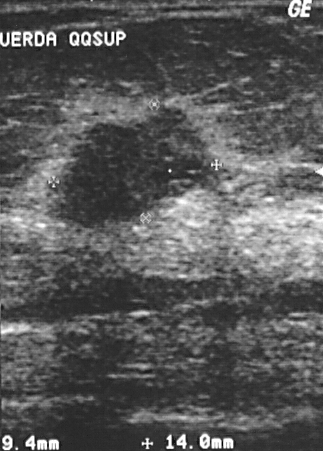
Imaging: breast ultrasound scan. Acquired on GE Logiq 5 @10-12MHz.
Lesion characteristics:
- confirmed outcome (biopsy or follow-up): malignant
- BI-RADS assessment: 4
- biopsy result: invasive ductal carcinoma